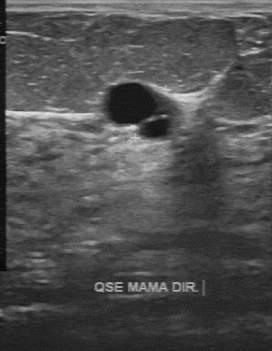
Imaging: B-mode breast ultrasound.
Original-read BI-RADS category: 2. The following findings are from a second reader, independent of the original assessment. Internally the breast lesion is anechoic. There are no calcifications. Boundary: clear. The breast lesion has a partially regular margin. Histopathology: sclerosing adenosis (benign).